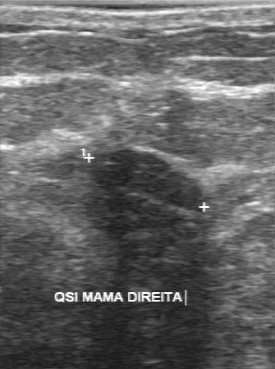
Breast ultrasound.
The mass was assessed as BI-RADS 4 by the original reader. The following findings are from a second reader, independent of the original assessment. The mass is slightly hypoechoic. The lesion boundary is clear. The mass has a regular margin. There are no calcifications. The biopsy result was fibroadenoma; the mass is benign.